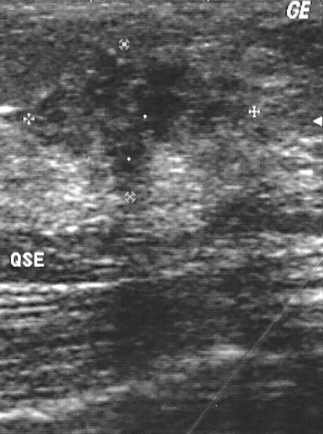
Modality: breast ultrasound image.
The lesion is assessed as BI-RADS 4. The biopsy result was invasive ductal carcinoma; the lesion is malignant. Biopsy or follow-up result: malignant.